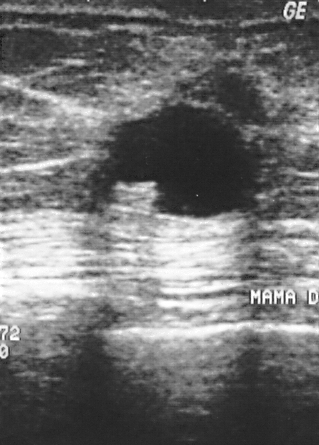
Breast ultrasound image.
Lesion region of interest: (107, 103) to (258, 216). The lesion is benign on biopsy or follow-up.